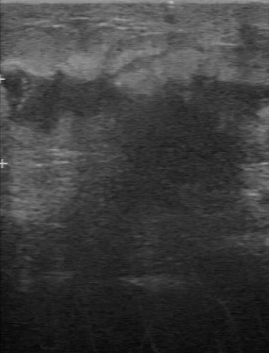
Acquired on GE Logiq 7 @10-14MHz. Imaging: breast ultrasound scan.
BI-RADS 5 in the original read. A second, independent read describes the mass as follows. The margin is irregular. Its boundary is unclear. Internally the mass is hypoechoic. No calcifications are seen. Histopathology: invasive ductal carcinoma (malignant).